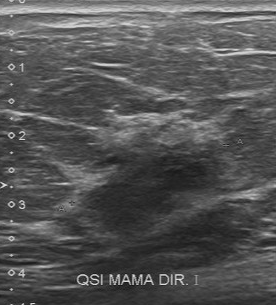
Breast ultrasound. Acquired on Toshiba Aplio 300 @12-14 MHz.
The original reader assigned BI-RADS 4. The following findings are from a second reader, independent of the original assessment. Echo pattern: slightly hypoechoic. Calcifications: none. The mass has an irregular margin. Boundary: unclear. Histopathology: invasive ductal carcinoma (malignant).